Imaging: breast ultrasound scan.
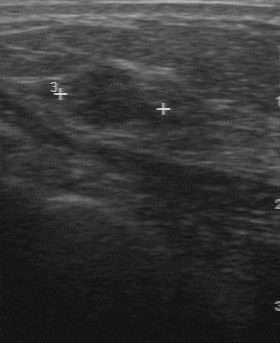
Pixel coordinates (x1, y1, x2, y2): The breast lesion occupies approximately [59, 67, 162, 130]. The breast lesion is malignant on biopsy or follow-up.